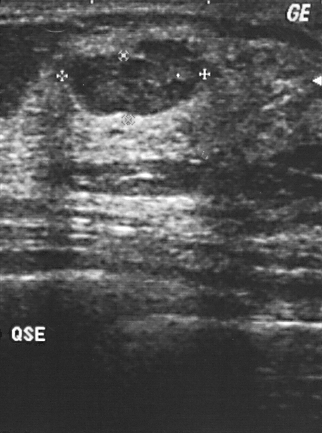
Modality: breast ultrasound scan.
A lesion is seen. It was assessed as BI-RADS 2. Biopsy showed fibroadenoma, a benign finding.